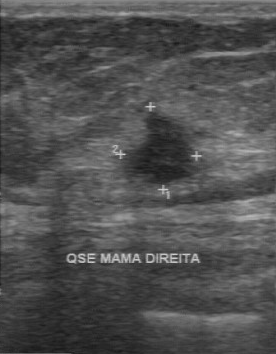
Breast US. Scanner: GE Logiq 7 @10-14MHz.
The original reader assigned BI-RADS 4. On a second, independent read, a lesion with an irregular margin and a somewhat unclear boundary is seen; it is hypoechoic. There are no calcifications. Histopathology: invasive ductal carcinoma (malignant).